Modality: B-mode breast ultrasound. Acquired on GE Logiq 5 @10-12MHz.
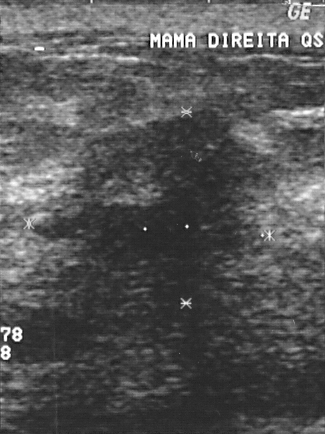
FINDINGS: BI-RADS assessment: 4.
OUTCOME ON BIOPSY OR FOLLOW-UP: malignant.